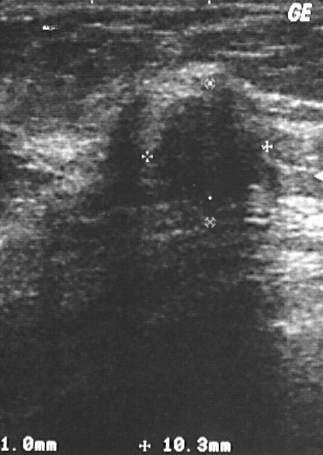
Breast US.
Histopathology: invasive ductal carcinoma (malignant). The breast lesion is assessed as BI-RADS 4.